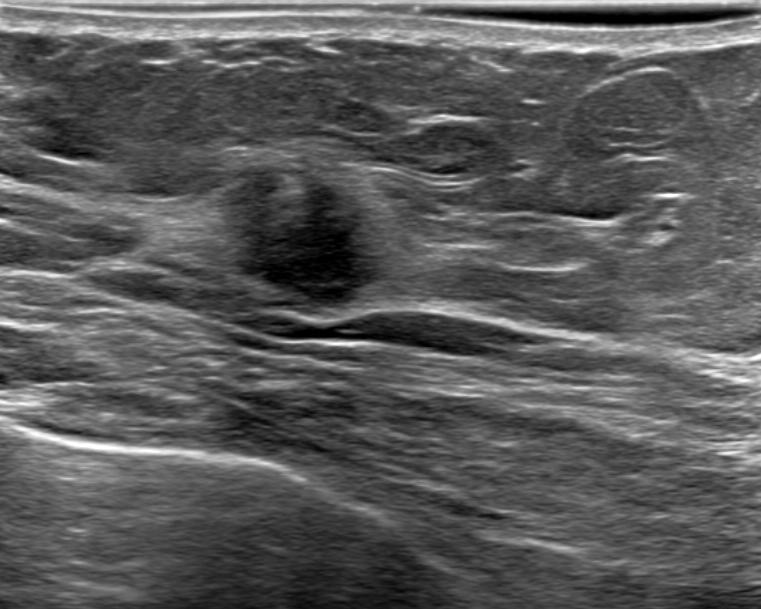
Imaging: B-mode breast ultrasound.
It has an irregular shape. The finding has indistinct margins. Internally the finding is hypoechoic. Posterior features: none. Echogenic halo: present. Calcifications: none. No skin thickening is seen. Biopsy confirmed invasive carcinoma of no special type (NST). Outcome on biopsy or follow-up: malignant. BI-RADS category 4C.